Breast ultrasound scan.
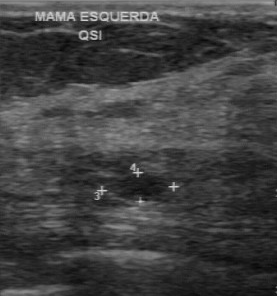
Biopsy or follow-up result: benign. BI-RADS 3.